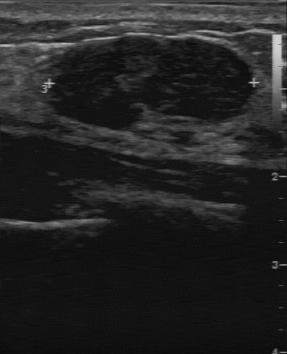
Breast sonogram. Scanner: GE Logiq 7 @10-14MHz.
This breast sonogram shows a finding with BI-RADS category: 3, pathology: fibroadenoma, outcome on biopsy or follow-up: benign.